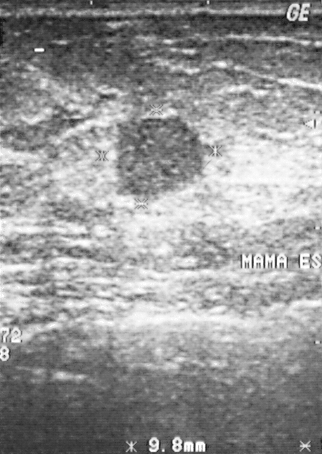
Breast sonogram.
Pixel coordinates (x1, y1, x2, y2): Segment the mass: bounding box (116,117)-(204,196). The mass is malignant on biopsy or follow-up.